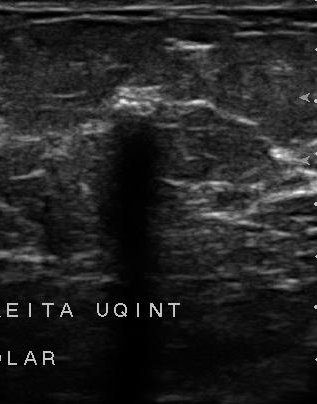
Breast ultrasound.
The lesion is malignant on biopsy or follow-up.